B-mode breast ultrasound.
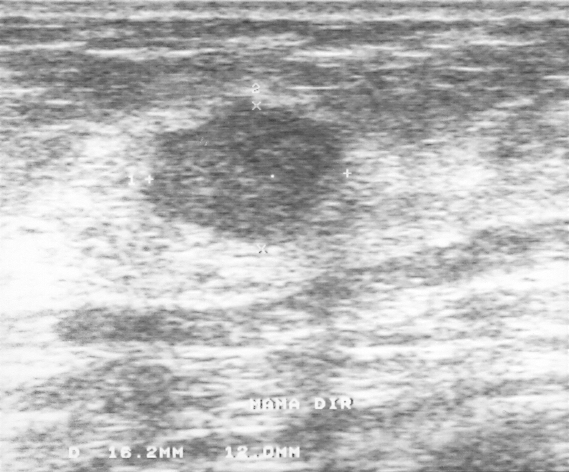
Histopathology: fibroadenoma. The BI-RADS assessment is 3.